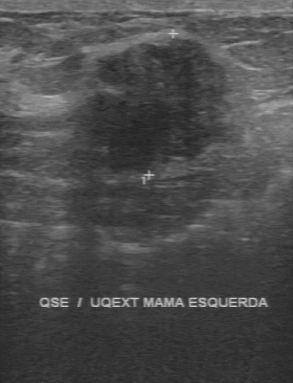
Acquired on GE Logiq 7 @10-14MHz. Breast sonogram.
Coordinates are pixels in the 293x383 image. Lesion region of interest: [77, 39, 230, 171].